Acquired on GE Logiq 7 @10-14MHz. Imaging: B-mode breast ultrasound.
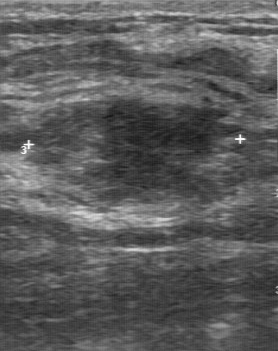
The mass is benign on biopsy or follow-up.